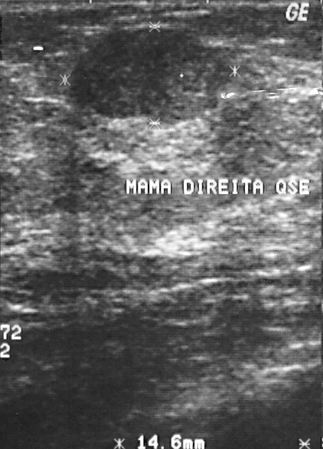
Imaging: breast ultrasound. Scanner: GE Logiq 5 @10-12MHz.
The breast lesion is benign on biopsy or follow-up. Assigned BI-RADS 2. Histopathology: fibrocystic changes (benign).